B-mode breast ultrasound. Scanner: GE Logiq 5 @10-12MHz.
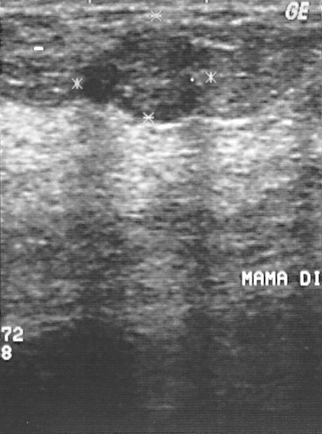
Biopsy or follow-up result: benign.